Breast ultrasound.
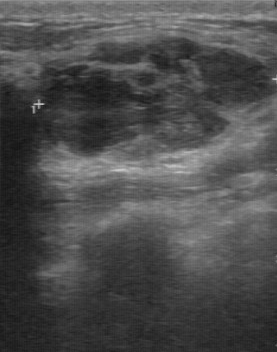
This breast ultrasound shows a lesion, benign on biopsy or follow-up. (BI-RADS category 3.)